Scanner: GE Logiq 5 @10-12MHz. Modality: breast ultrasound.
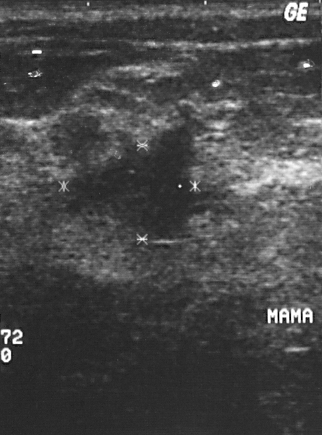
Lesion characteristics:
- BI-RADS assessment: 4
- biopsy result: invasive ductal carcinoma
- biopsy or follow-up result: malignant